Scanner: GE Logiq 7 @10-14MHz. Modality: breast ultrasound.
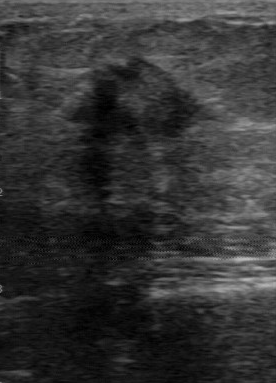
Mass bounding box: (67, 58) to (207, 150). The mass is malignant on biopsy or follow-up.